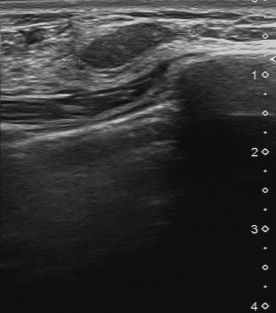
Breast US.
Biopsy or follow-up result: benign. BI-RADS is 3.